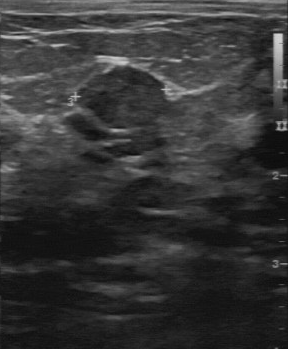
Scanner: GE Logiq 7 @10-14MHz. B-mode breast ultrasound.
The breast lesion was assessed as BI-RADS 3 by the original reader. Descriptors from an independent second read (not the reader who assigned the category): Margin: regular. Boundary: clear. The breast lesion is slightly hypoechoic. No calcifications are seen. The biopsy result was fibroadenoma; the breast lesion is benign.